Breast ultrasound.
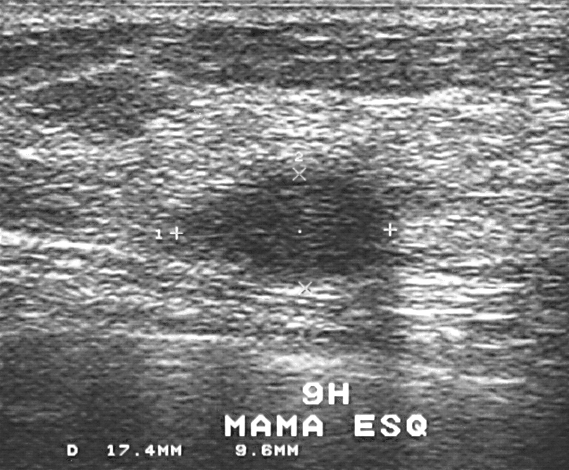
Outcome on biopsy or follow-up: benign. The biopsy result was fibrocystic changes. BI-RADS category 3.